Breast ultrasound.
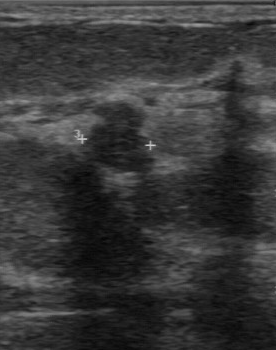
Original-read BI-RADS category: 4. The following findings are from a second reader, independent of the original assessment. Margin: partially regular. Boundary: somewhat unclear. Echo pattern: hypoechoic. No calcifications are seen. Biopsy showed fibroadenoma, a benign finding.